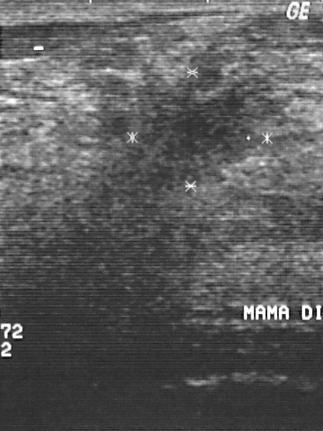
B-mode breast ultrasound.
Pixel coordinates (x1, y1, x2, y2): The breast lesion is located within the bounding box x1=98, y1=64, x2=270, y2=188. The breast lesion is malignant on biopsy or follow-up.